Imaging: breast ultrasound.
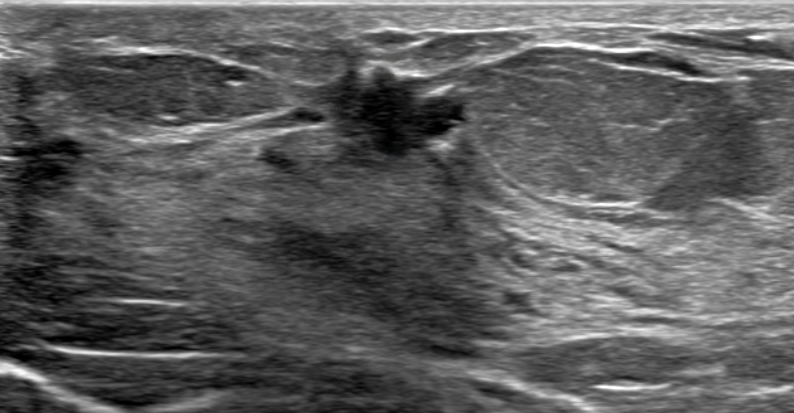
Shape: irregular. The margin is not circumscribed (angular and indistinct). Posterior features: combined. Skin thickening: none. Calcifications: none. Echogenic halo: absent. Echogenicity: hypoechoic. The finding is malignant on biopsy or follow-up. Biopsy result: Invasive carcinoma of no special type (NST). The finding is assessed as BI-RADS 5.